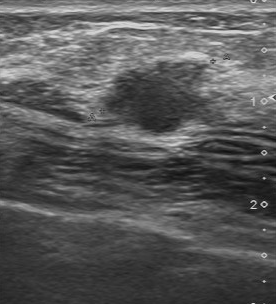
Modality: breast ultrasound.
The lesion is malignant on biopsy or follow-up. BI-RADS 4.